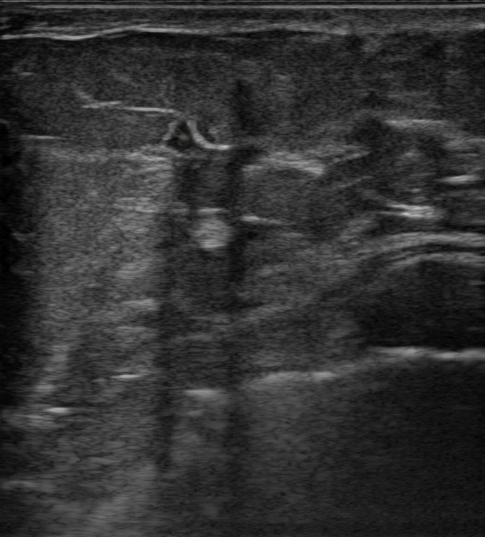
Breast US. Age 43.
Outcome on biopsy or follow-up: malignant.